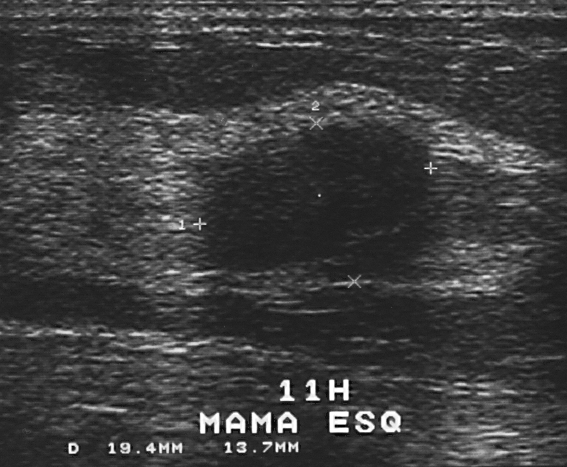
Modality: breast ultrasound scan.
- confirmed outcome (biopsy or follow-up): benign
- BI-RADS: 2
- histopathology: fibroadenoma